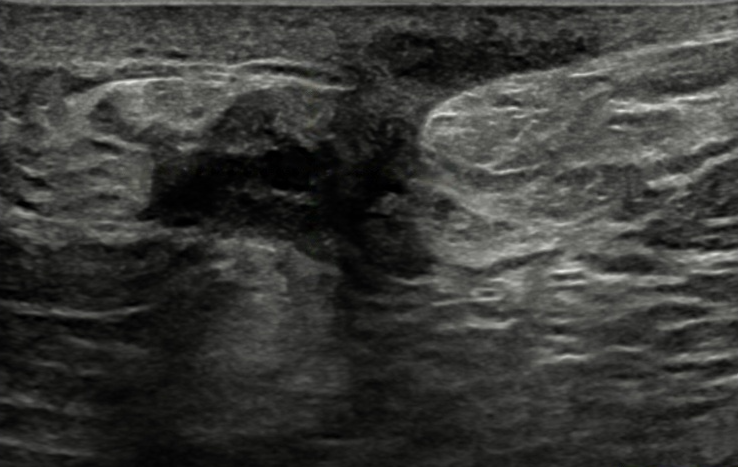
Breast US. Background echotexture is heterogeneous: predominantly fibroglandular.
Skin thickening: present. Calcifications: none. Shape: irregular. Radiologist impression: Suspicion of malignancy; Mastitis; Abscess; Hematoma; Breast scar (surgery). Posterior features: none. Margin: circumscribed. Echotexture: heterogeneous. BI-RADS: 4B.
OUTCOME ON BIOPSY OR FOLLOW-UP: benign.